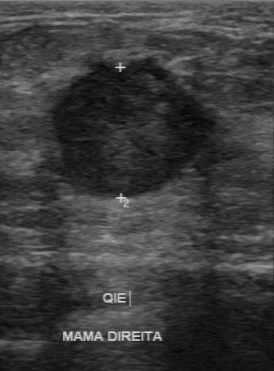
Breast sonogram.
(coordinates in a 274x371 pixel frame) The finding is located within the bounding box [52, 56, 218, 198]. The finding is malignant on biopsy or follow-up.